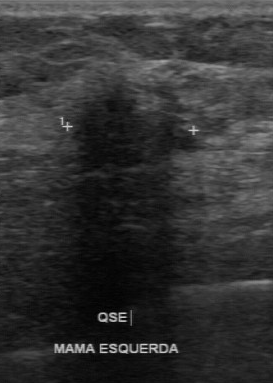
Breast ultrasound scan. Acquired on GE Logiq 7 @10-14MHz.
FINDINGS: Breast ultrasound scan. Biopsy result: invasive lobular carcinoma. BI-RADS assessment: 4. Confirmed outcome (biopsy or follow-up): malignant.
OUTCOME ON BIOPSY OR FOLLOW-UP: malignant.